Breast ultrasound scan.
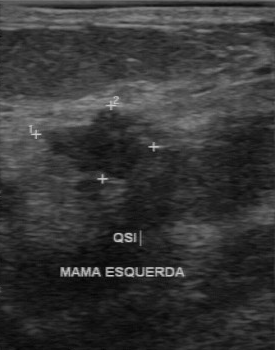
Second-reader BI-RADS: 4B. Outcome on biopsy or follow-up: benign. Histopathology: fibroadenoma.